Imaging: breast sonogram.
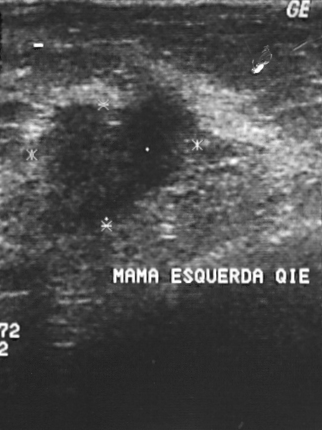
A lesion is present on this breast sonogram. It was assessed as BI-RADS 4. The biopsy result was invasive ductal carcinoma; the lesion is malignant.